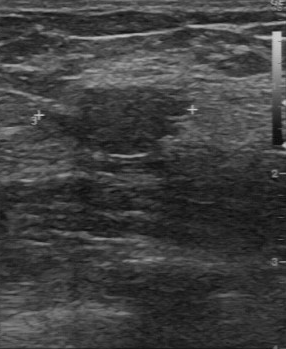
Breast ultrasound.
Outcome on biopsy or follow-up: benign.